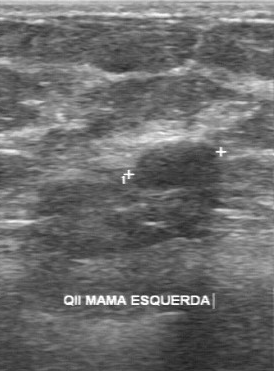
Imaging: breast sonogram.
The mass demonstrates partially regular lesion margin, slightly hypoechoic internal echoes, fairly clear lesion boundary, histopathology: fibroadenoma, calcifications: none.